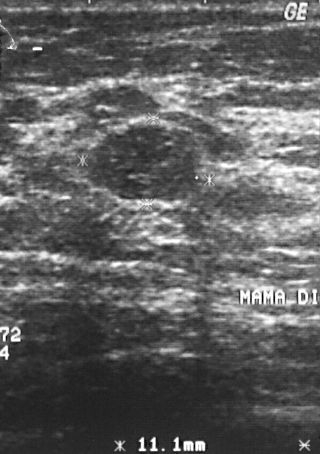
Scanner: GE Logiq 5 @10-12MHz. Modality: breast sonogram.
This breast sonogram shows a breast lesion. BI-RADS category 2. The biopsy result was fibrocystic changes; the breast lesion is benign.